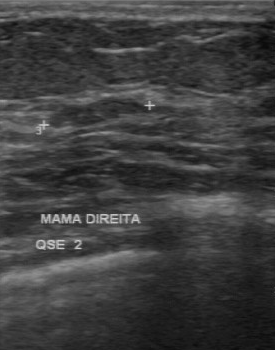
Modality: breast ultrasound.
This breast ultrasound shows a breast lesion, benign on biopsy or follow-up. (BI-RADS category 2.)